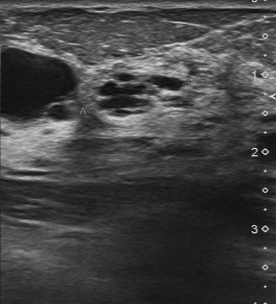
Breast ultrasound image.
(coordinates in a 276x304 pixel frame) The finding is located within the bounding box (92,72)-(195,116). The finding is benign on biopsy or follow-up. BI-RADS 4.